Breast sonogram. Background tissue composition: heterogeneous: predominantly fat.
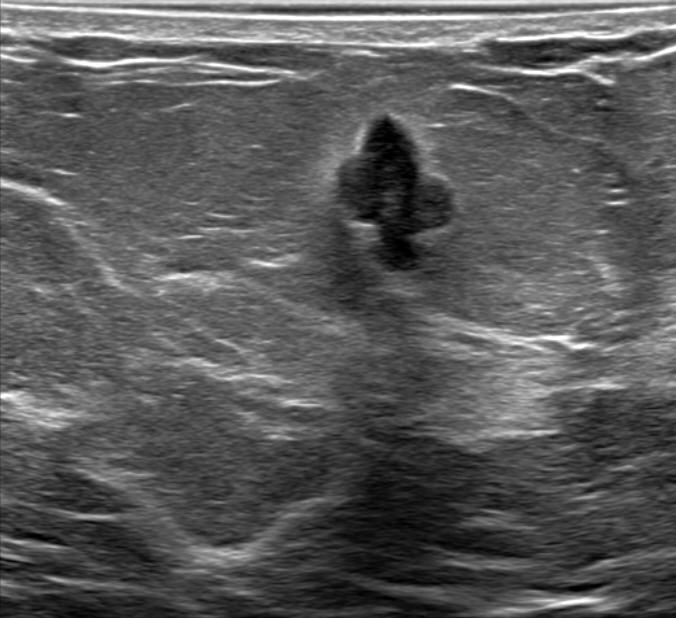
Pixel coordinates (x1, y1, x2, y2): Segment the breast lesion: bounding box (336,116)-(454,277). The breast lesion is benign on biopsy or follow-up.